Scanner: GE Logiq 5 @10-12MHz. Breast ultrasound image.
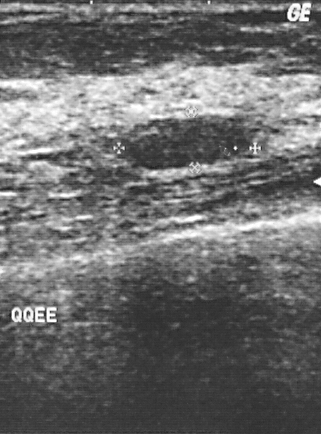
Biopsy showed fibroadenoma, a benign finding. Assigned BI-RADS 2.